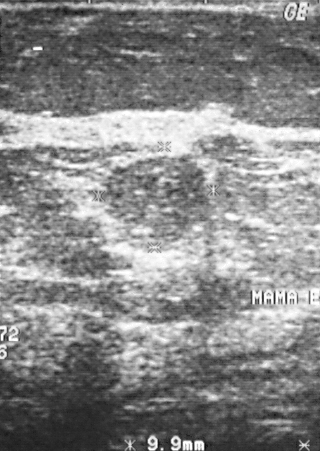
Modality: breast ultrasound scan. Scanner: GE Logiq 5 @10-12MHz.
Outcome on biopsy or follow-up: benign.